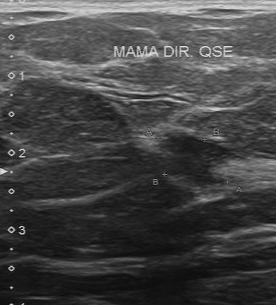
Scanner: Toshiba Aplio 300 @12-14 MHz. Modality: breast ultrasound scan.
A lesion is seen with calcifications: none, somewhat unclear lesion boundary, partially regular margin, slightly hypoechoic echo pattern, confirmed outcome (biopsy or follow-up): malignant, pathology: invasive ductal carcinoma.